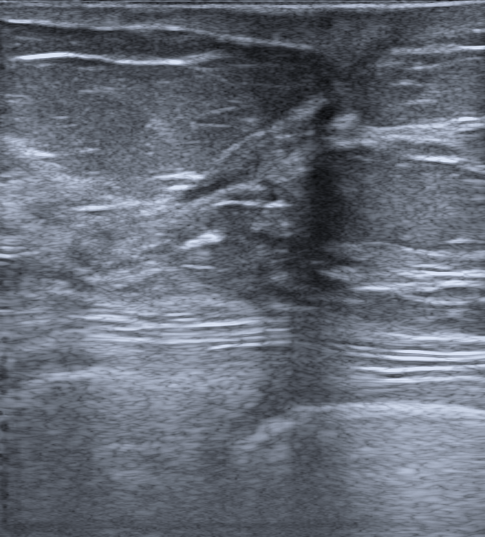
Age 57. Breast ultrasound.
Outcome on biopsy or follow-up: benign. Assigned BI-RADS 2. Verification: follow-up care. It has an irregular shape. The lesion has indistinct margins. Its echo pattern is heterogeneous. There is posterior acoustic shadowing. Echogenic halo: absent. Calcifications: none. Skin thickening is present.